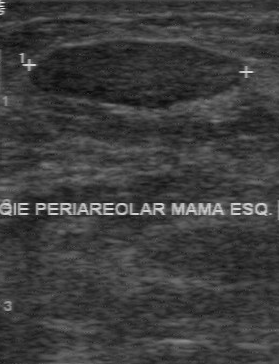
Modality: breast sonogram.
Pixel coordinates (x1, y1, x2, y2): Mass bounding box: x1=30, y1=40, x2=247, y2=111. The mass is benign on biopsy or follow-up. BI-RADS 2.